Imaging: B-mode breast ultrasound.
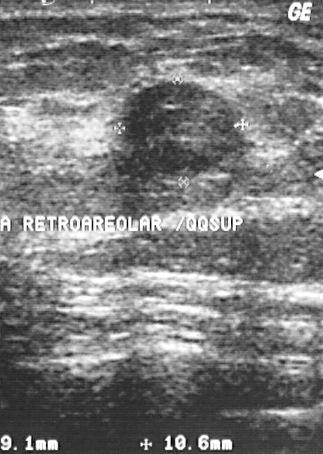
A mass is present on this B-mode breast ultrasound. BI-RADS category 2. Pathology confirmed benign fibroadenoma.